Breast ultrasound.
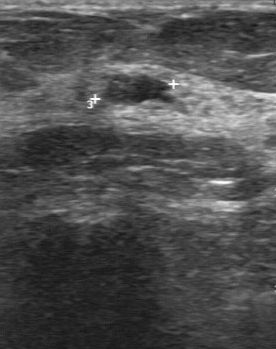
Breast ultrasound findings:
- boundary: fairly clear
- calcifications: none
- contour: regular
- echogenicity: slightly hypoechoic